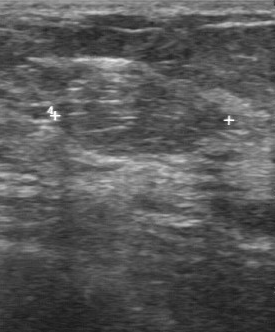
Imaging: B-mode breast ultrasound.
This B-mode breast ultrasound shows a breast lesion. Assessment: BI-RADS 2. The biopsy result was lipoma; the breast lesion is benign.